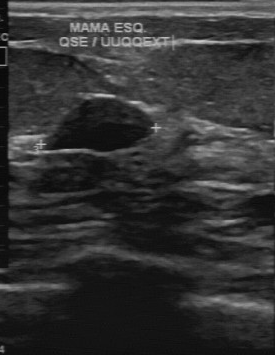
Breast ultrasound.
BI-RADS: 3. The biopsy or follow-up result is benign.